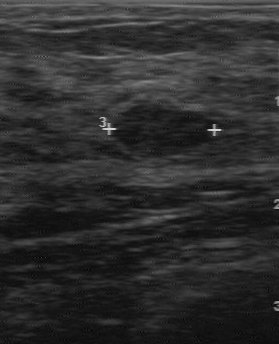
Imaging: breast US.
Original-read BI-RADS category: 3. A second reader, independent of the original assessment, describes a hypoechoic lesion with a regular margin; the boundary is clear. No calcifications are seen. The biopsy result was fibroadenoma; the lesion is benign.